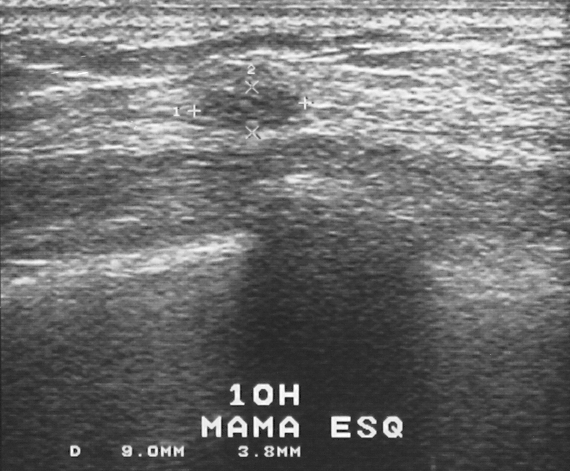
Modality: breast US.
This breast US shows a finding with BI-RADS assessment: 3, outcome on biopsy or follow-up: benign.